Imaging: breast ultrasound image.
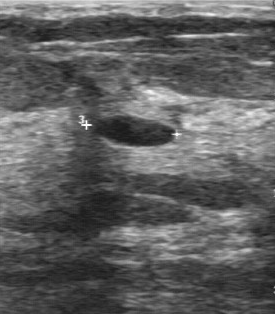
The finding demonstrates pathology: cyst, clear boundary, regular lesion margin, hypoechoic echo pattern, calcifications: absent.